Breast ultrasound image.
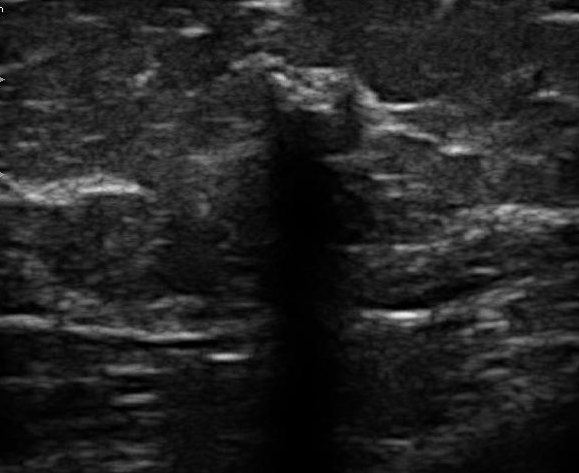
Pixel coordinates (x1, y1, x2, y2): Mass bounding box: top-left (219, 92), bottom-right (379, 313). The mass is malignant on biopsy or follow-up. BI-RADS 5.